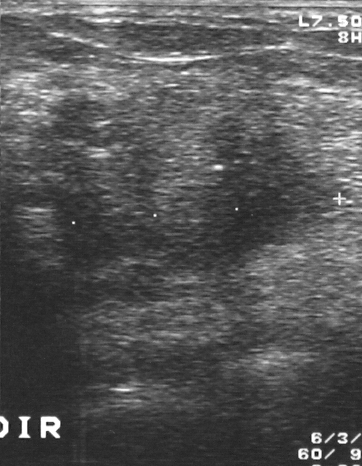
Scanner: GE Logiq 5 @10-12MHz. B-mode breast ultrasound.
Assigned BI-RADS 4. Biopsy showed mucinous carcinoma, a malignant finding. Biopsy or follow-up result: malignant.